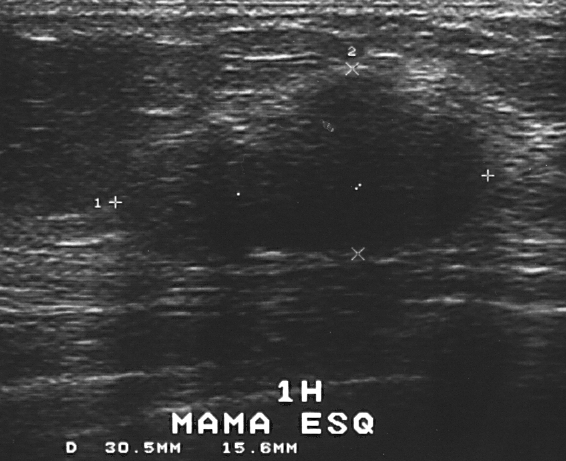
Acquired on GE Logiq 5 @10-12MHz. Imaging: breast ultrasound image.
This breast ultrasound image shows a finding, benign on biopsy or follow-up.